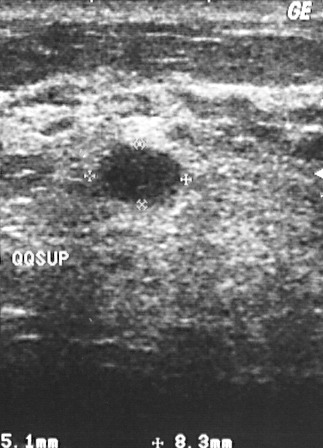
Acquired on GE Logiq 5 @10-12MHz. Modality: breast ultrasound image.
Coordinates are pixels in the 323x448 image. Segment the lesion: bounding box top-left (98, 144), bottom-right (184, 203).